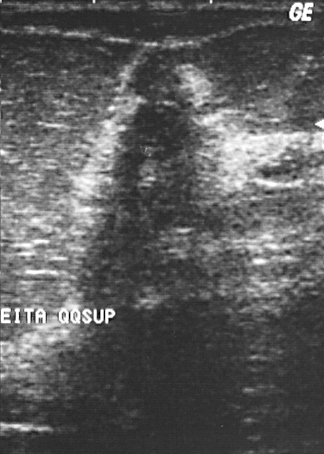
Scanner: GE Logiq 5 @10-12MHz. B-mode breast ultrasound.
Coordinates are pixels in the 324x454 image. Lesion bounding box: (102, 44) to (205, 203).